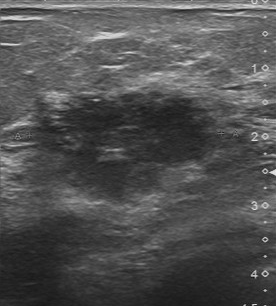
Breast ultrasound.
The mass was assessed as BI-RADS 5 by the original reader. A second reader, independent of the original assessment, describes a slightly hypoechoic mass with an irregular margin; the boundary is unclear. Calcification is suspected. The biopsy result was invasive ductal carcinoma; the mass is malignant.